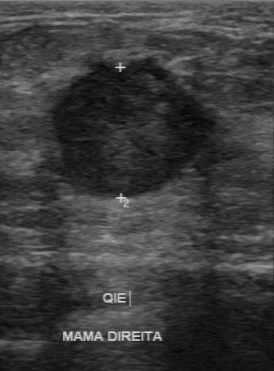
Breast ultrasound.
Outcome on biopsy or follow-up is malignant. BI-RADS category is 4.